Modality: breast US.
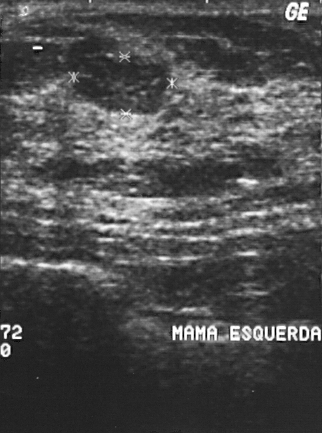
Lesion characteristics:
- BI-RADS assessment: 2
- pathology: fibroadenoma